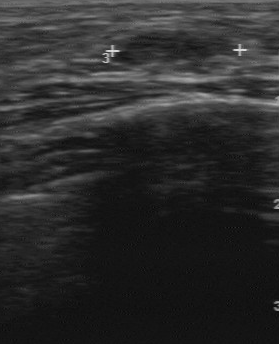
Breast ultrasound.
A mass is seen with calcifications: none, clear boundary, hypoechoic echo pattern, outcome on biopsy or follow-up: benign, regular contour.